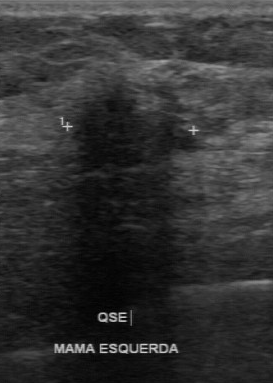
Imaging: breast US.
Breast lesion bounding box: (71, 84) to (196, 170).